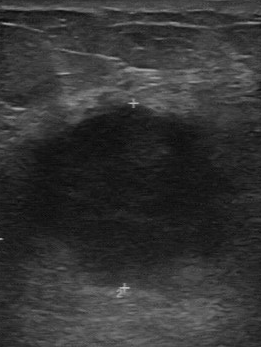
Modality: breast US.
Boundary: unclear. BI-RADS on independent re-read: 4B.